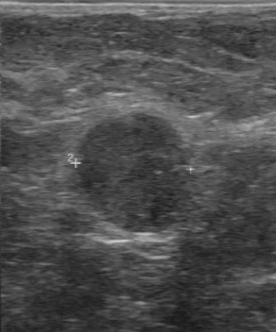
Modality: breast ultrasound scan.
(coordinates in a 276x332 pixel frame) Finding bounding box: (70,113)-(197,234). The finding is malignant on biopsy or follow-up.